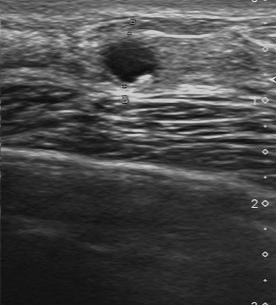
Imaging: breast ultrasound image.
Echogenicity: hypoechoic. The boundary is clear. Calcifications are suspected. Contour: regular. BI-RADS (second read) is 3.